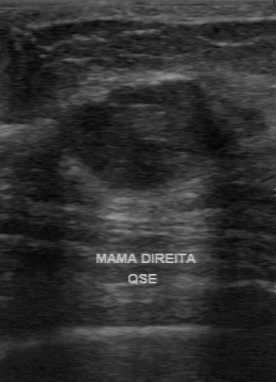
Modality: B-mode breast ultrasound.
BI-RADS 3 in the original read. Findings on the second read (an independent reader): a hypoechoic mass, margin regular, boundary clear. No calcifications are seen. Pathology confirmed benign fibroadenoma.